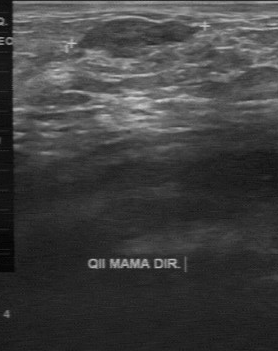
B-mode breast ultrasound.
The mass was categorized BI-RADS 3 in the original read. A second, independent read describes the mass as follows. The margin is partially regular. Its boundary is fairly clear. The mass is slightly hypoechoic. There are no calcifications. Histopathology: sclerosing adenosis (benign).